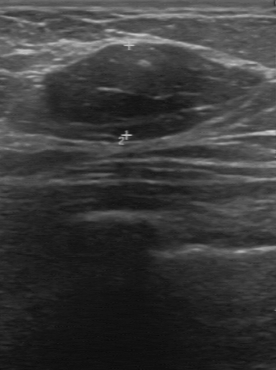
Modality: breast US.
The original reader assigned BI-RADS 2. Descriptors from an independent second read (not the reader who assigned the category): The margin is regular. The lesion boundary is clear. Internally the lesion is hypoechoic. There are no calcifications. Biopsy showed fibroadenoma, a benign finding.